Modality: B-mode breast ultrasound.
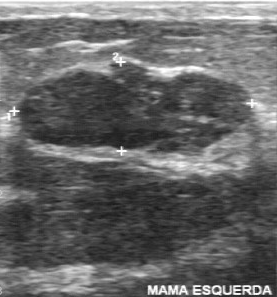
A finding is seen with confirmed outcome (biopsy or follow-up): benign, biopsy result: fibroadenoma, BI-RADS category: 2.